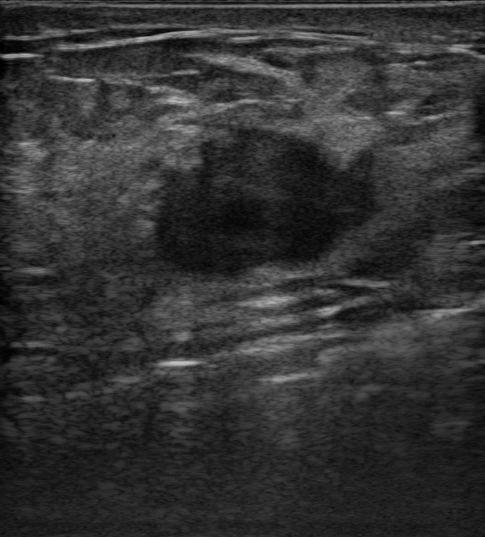
Breast US. Background echotexture is heterogeneous: predominantly fat. Patient age: 62.
This breast US shows a finding, malignant on biopsy or follow-up.